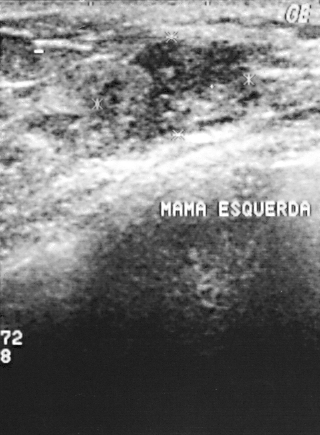
Imaging: breast ultrasound image.
A lesion is present on this breast ultrasound image. BI-RADS category 3. Histopathology: invasive ductal carcinoma (malignant).